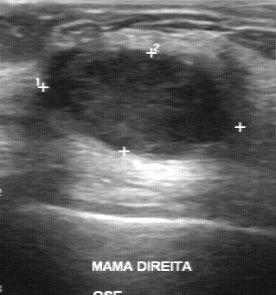
Breast ultrasound scan.
- BI-RADS assessment: 3